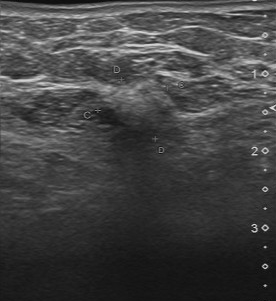
Imaging: breast ultrasound scan.
This breast ultrasound scan shows a mass with unclear lesion boundary, slightly hypoechoic echo pattern, calcifications: absent, irregular margin.